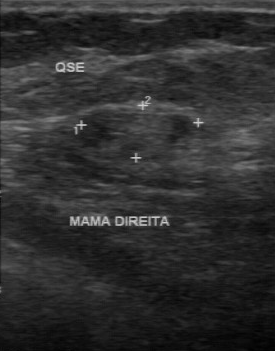
Breast ultrasound.
- calcifications: absent
- independent BI-RADS assessment: 3
- pathology: invasive ductal carcinoma
- echo pattern: isoechoic